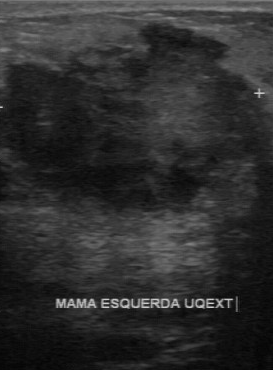
Modality: B-mode breast ultrasound.
The mass demonstrates calcifications: none, unclear boundary, irregular contour, heterogeneous echo pattern.